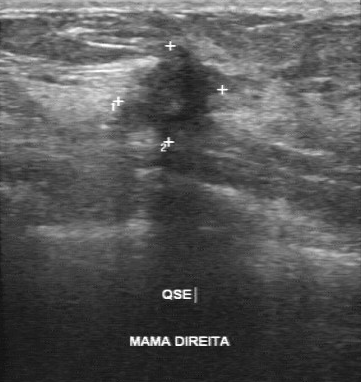
Modality: breast ultrasound.
(coordinates in a 361x382 pixel frame) The breast lesion is located within the bounding box (107,46)-(239,138). The breast lesion is malignant on biopsy or follow-up.